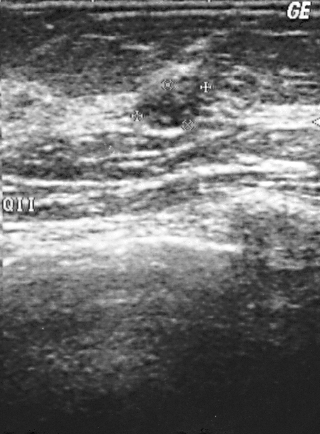
Breast sonogram.
Histopathology: cyst (benign).
BI-RADS assessment: 2.
This breast lesion proved benign on biopsy or follow-up.